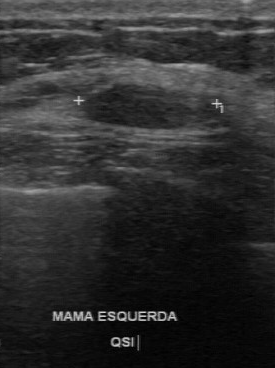
Breast ultrasound scan. Acquired on GE Logiq 7 @10-14MHz.
Pixel coordinates (x1, y1, x2, y2): Segment the mass: bounding box [84, 83, 215, 129]. The mass is benign on biopsy or follow-up.